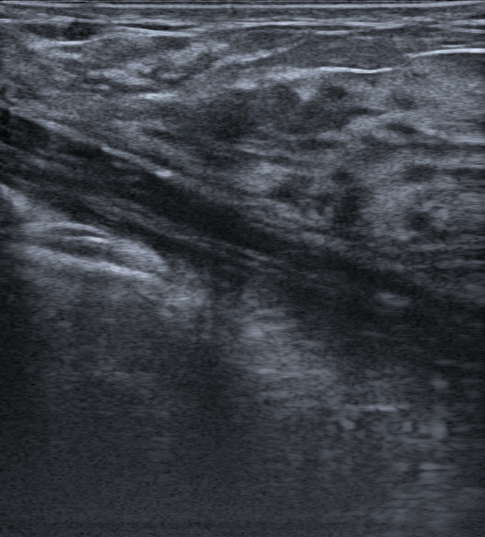
Age 35. Background tissue composition: homogeneous: fibroglandular. B-mode breast ultrasound.
The mass is oval and hypoechoic; its margin is circumscribed. There are no posterior acoustic features. BI-RADS 3; outcome on biopsy or follow-up: benign. Biopsy result: Fibrosclerosis.